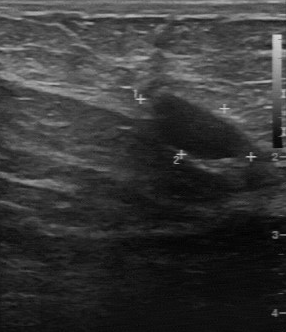
Breast US. Acquired on GE Logiq 7 @10-14MHz.
BI-RADS 2 in the original read; on a second read the margin is regular, the boundary clear and the lesion hypoechoic. The biopsy result was mastitis; the lesion is benign.